Breast ultrasound scan.
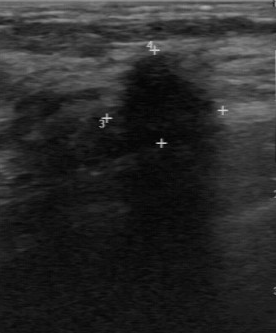
Contour is irregular. The boundary is unclear. Echogenicity: hypoechoic. The biopsy result is invasive ductal carcinoma. Confirmed outcome (biopsy or follow-up) is malignant. Calcifications are absent.